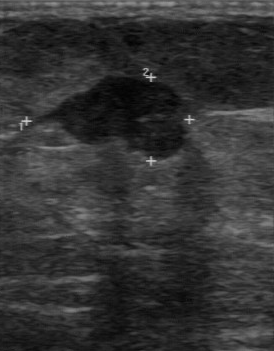
Breast US.
Breast US findings:
- calcifications: suspected
- echogenicity: hypoechoic
- lesion margin: partially regular
- confirmed outcome (biopsy or follow-up): malignant
- boundary: somewhat unclear